Age 32. Imaging: breast ultrasound image.
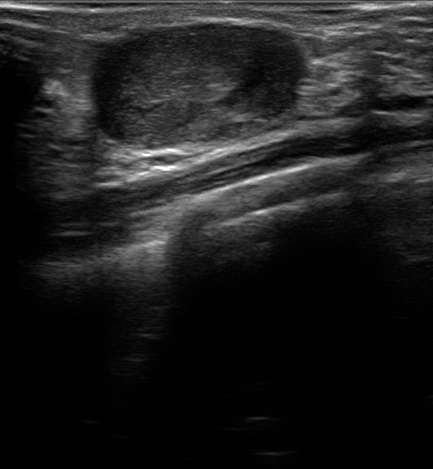
Coordinates are pixels in the 433x469 image. The finding occupies approximately x1=93, y1=21, x2=308, y2=149. The finding is benign on biopsy or follow-up.